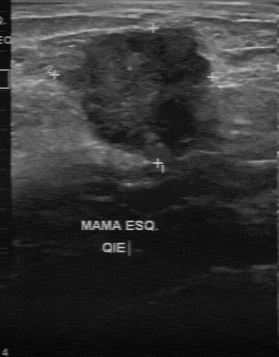
Breast ultrasound image.
Outcome on biopsy or follow-up: malignant. BI-RADS 5.